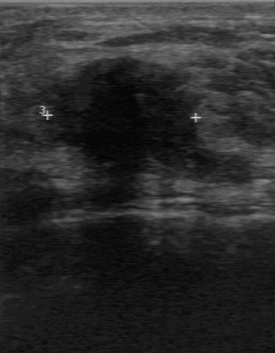
Imaging: B-mode breast ultrasound.
The lesion is malignant on biopsy or follow-up.